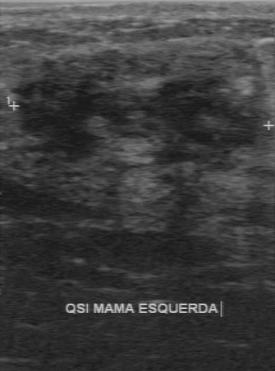
Breast sonogram.
This breast sonogram shows a finding, benign on biopsy or follow-up. BI-RADS 4.